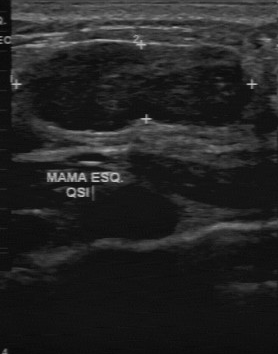
Modality: breast ultrasound.
The original reader assigned BI-RADS 3. The following findings are from a second reader, independent of the original assessment. Internally the finding is hypoechoic. Boundary: clear. The margin is partially regular. There are no calcifications. Histopathology: fibroadenoma (benign).